Breast US.
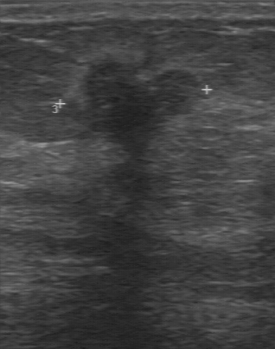
BI-RADS 4 in the original read; on a second read the margin is irregular, the boundary unclear and the finding hypoechoic. No calcifications are seen. The biopsy result was invasive ductal carcinoma; the finding is malignant.